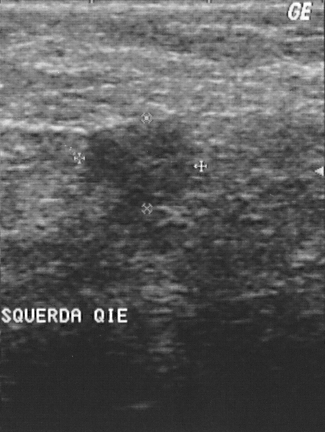
Breast ultrasound scan.
Finding bounding box: [76, 118, 202, 209].